Breast ultrasound scan. Scanner: Toshiba Aplio 300 @12-14 MHz.
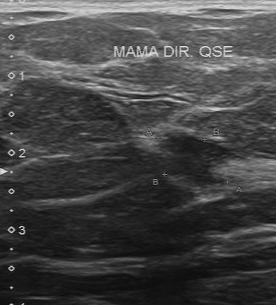
Finding: breast lesion, malignant on biopsy or follow-up. (BI-RADS category 5.)